Breast US.
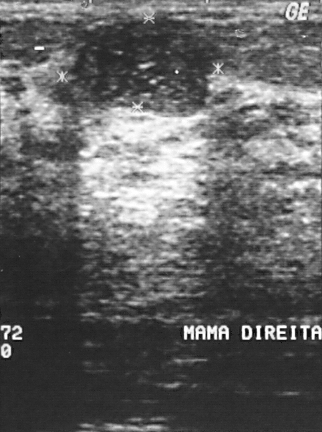
Confirmed outcome (biopsy or follow-up): benign. The BI-RADS category is 2.